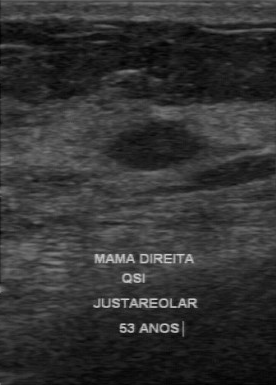
Imaging: breast ultrasound.
The finding was assessed as BI-RADS 3 by the original reader. Descriptors from an independent second read (not the reader who assigned the category): The finding has a regular margin. Its boundary is clear. Internally the finding is hypoechoic. No calcifications are seen. Biopsy showed fibroadenoma, a benign finding.